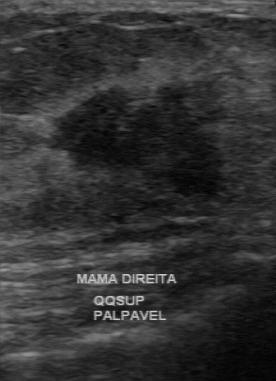
Breast ultrasound scan.
Lesion: malignant on biopsy or follow-up.